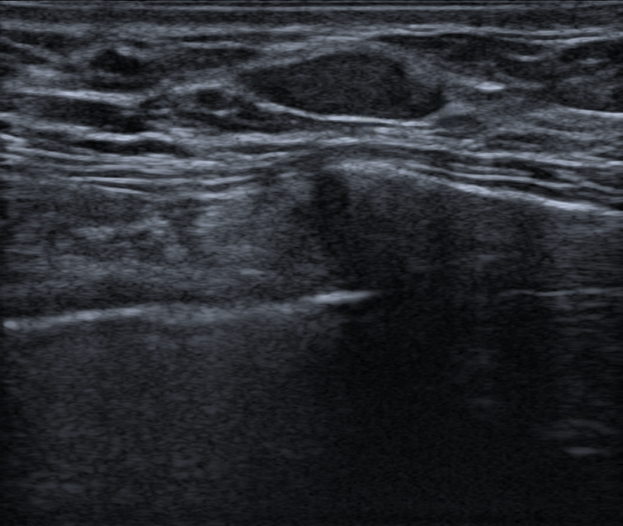
46-year-old patient. Imaging: breast US.
Coordinates are pixels in the 623x526 image. Lesion bounding box: x1=239, y1=46, x2=446, y2=121. BI-RADS 3.